B-mode breast ultrasound.
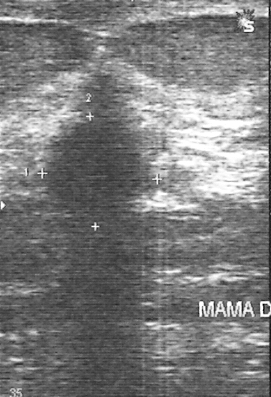
Biopsy or follow-up result: malignant. BI-RADS is 5.